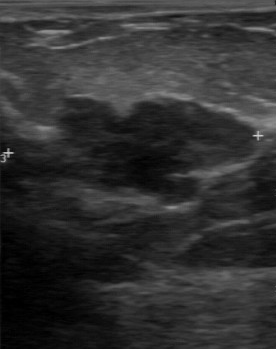
Breast ultrasound image. Acquired on GE Logiq 7 @10-14MHz.
Breast ultrasound image findings:
- margin: partially regular
- lesion boundary: somewhat unclear
- calcifications: none
- echogenicity: hypoechoic